Modality: breast ultrasound. Scanner: GE Logiq 7 @10-14MHz.
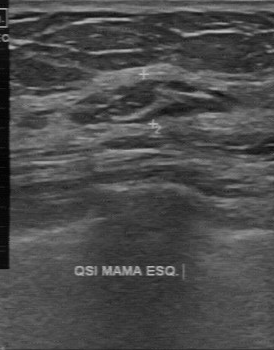
Finding: mass, benign on biopsy or follow-up.